Modality: breast ultrasound image. Acquired on GE Logiq 5 @10-12MHz.
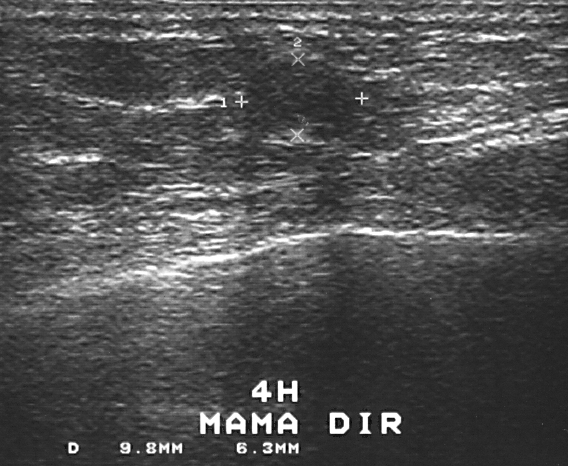
The lesion is assessed as BI-RADS 3.
Histopathology: fibroadenoma (benign).
Biopsy or follow-up result: benign.